Breast ultrasound scan.
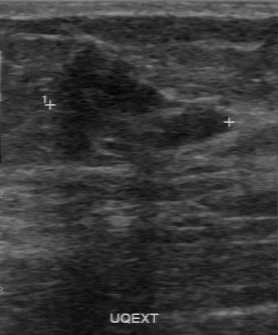
The mass was assessed as BI-RADS 4 by the original reader. A second reader, independent of the original assessment, describes a heterogeneous mass with an irregular margin; the boundary is clear. Biopsy showed fibroadenoma, a benign finding.